Breast ultrasound image.
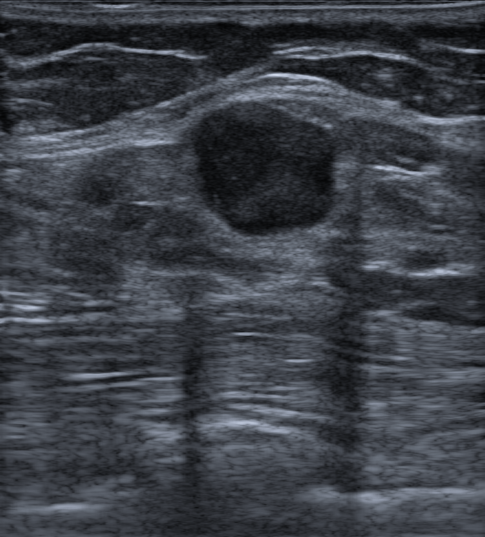
An oval, hypoechoic breast lesion with circumscribed margins is seen. No posterior acoustic features are seen. No calcifications are seen. BI-RADS 4B; benign on biopsy or follow-up. Radiologic interpretation: Suspicion of malignancy; Fibroadenoma. Biopsy confirmed fibroadenoma.